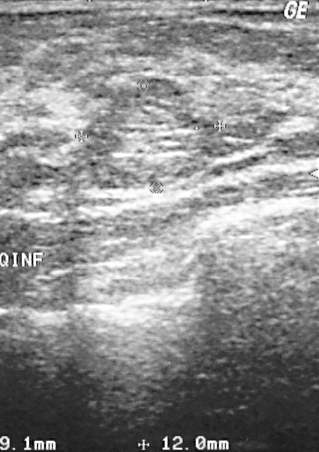
Breast sonogram.
Biopsy or follow-up result: benign. BI-RADS assessment is 2. The biopsy result is fibrocystic changes.